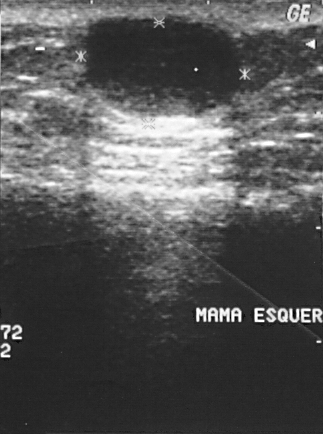
Imaging: breast sonogram. Scanner: GE Logiq 5 @10-12MHz.
Pixel coordinates (x1, y1, x2, y2): Breast lesion bounding box: 85 17 240 117. The breast lesion is benign on biopsy or follow-up.